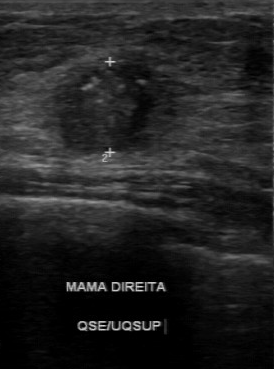
Imaging: B-mode breast ultrasound.
Original-read BI-RADS category: 4.
A second, independent read describes the lesion as follows.
Margin: irregular.
The lesion is hypoechoic.
The lesion contains microcalcifications.
The lesion boundary is unclear.
Biopsy showed invasive ductal carcinoma, a malignant finding.